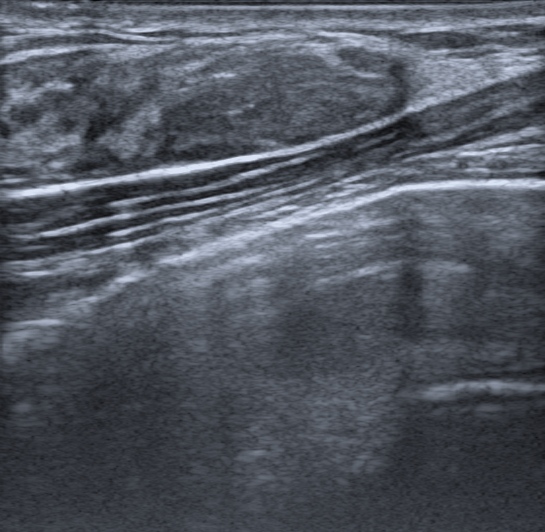
Imaging: breast ultrasound scan. Background echotexture is homogeneous: fibroglandular.
FINDINGS: Breast ultrasound scan. Echotexture: hypoechoic. Skin thickening: none. Calcifications: none. Shape: oval. Lesion margin: circumscribed. BI-RADS: 4A. Biopsy or follow-up result: benign.
OUTCOME ON BIOPSY OR FOLLOW-UP: benign.